Modality: breast ultrasound.
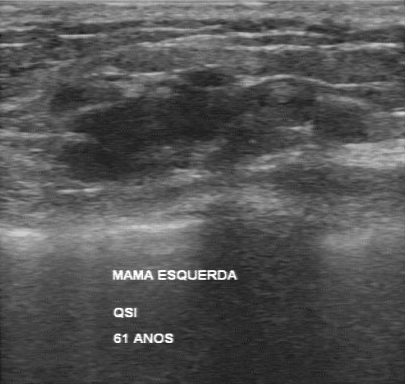
FINDINGS: Breast ultrasound. BI-RADS (second read): 3. BI-RADS (first reader): 4. Outcome on biopsy or follow-up: malignant. Calcifications: none. Lesion boundary: clear.
OUTCOME ON BIOPSY OR FOLLOW-UP: malignant.